Imaging: B-mode breast ultrasound.
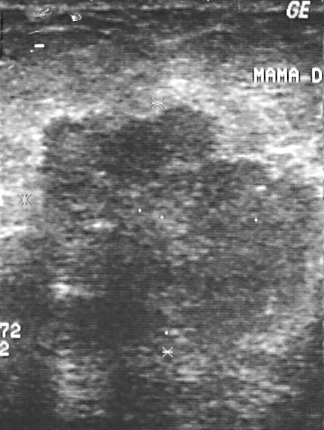
The BI-RADS is 5.